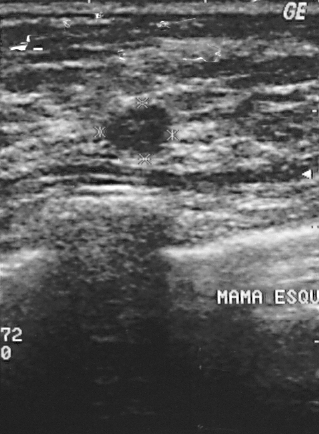
Breast ultrasound.
Coordinates are pixels in the 319x434 image. The mass is located within the bounding box 106 103 172 153.